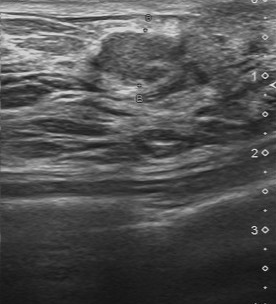
Breast ultrasound.
Biopsy or follow-up result: malignant.